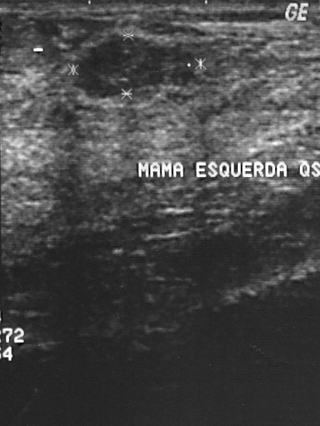
Imaging: breast sonogram.
Lesion bounding box: 75 39 198 99.